Imaging: breast US.
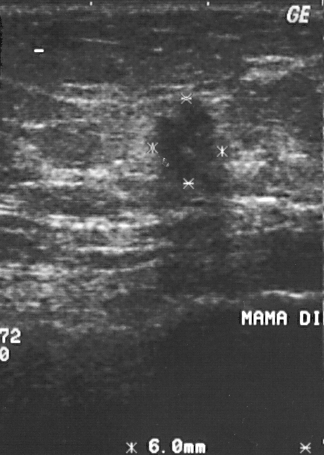
Pixel coordinates (x1, y1, x2, y2): The breast lesion is located within the bounding box 143 97 220 186. The breast lesion is malignant on biopsy or follow-up.